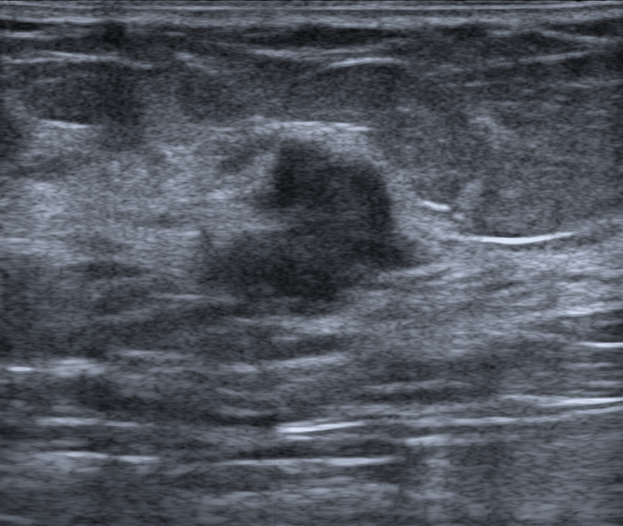
Background tissue composition: heterogeneous: predominantly fibroglandular. B-mode breast ultrasound.
Biopsy or follow-up result: malignant.